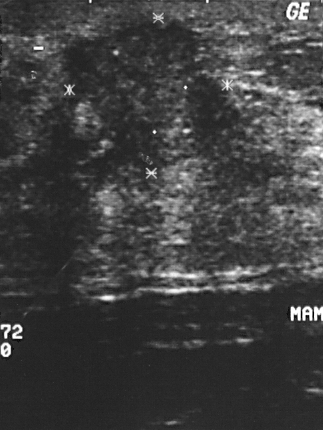
Acquired on GE Logiq 5 @10-12MHz. Modality: breast ultrasound image.
BI-RADS assessment: 4. Pathology confirmed invasive ductal carcinoma. This finding proved malignant on biopsy or follow-up.